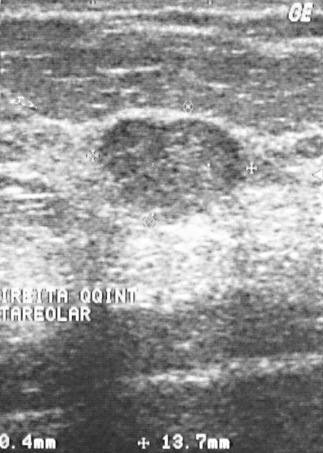
Modality: breast ultrasound image. Scanner: GE Logiq 5 @10-12MHz.
Biopsy or follow-up result: benign. Biopsy showed fibroadenoma, a benign finding. The breast lesion is assessed as BI-RADS 3.